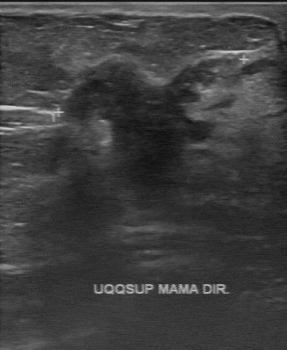
Modality: breast ultrasound image.
FINDINGS: Lesion margin: irregular. Lesion boundary: unclear. Echogenicity: hypoechoic. Outcome on biopsy or follow-up: malignant. Calcifications: suspected.